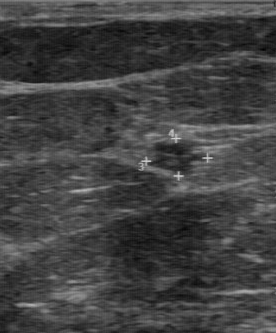
Imaging: breast ultrasound scan.
Segment the mass: bounding box (147, 140) to (209, 176). The mass is benign on biopsy or follow-up.